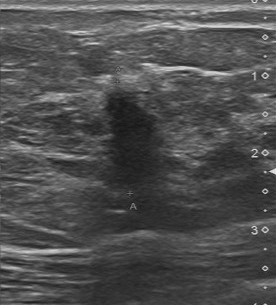
Modality: breast US.
Pixel coordinates (x1, y1, x2, y2): The finding occupies approximately x1=101, y1=86, x2=186, y2=192. The finding is malignant on biopsy or follow-up. BI-RADS 4.